Modality: breast ultrasound scan.
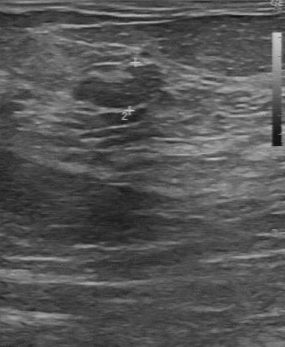
BI-RADS 3 in the original read. The following findings are from a second reader, independent of the original assessment. The lesion boundary is somewhat unclear. Internally the lesion is slightly hypoechoic. The margin is partially regular. Calcifications: none. Histopathology: fibroadenoma (benign).